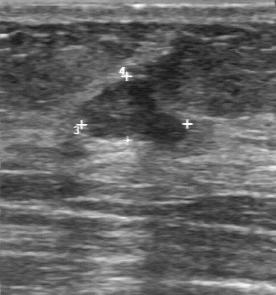
Scanner: GE Logiq 7 @10-14MHz. Breast sonogram.
Lesion boundary: somewhat unclear. Echo pattern: slightly hypoechoic. Lesion margin: partially regular. Calcifications: none. Independent BI-RADS assessment: 4A.